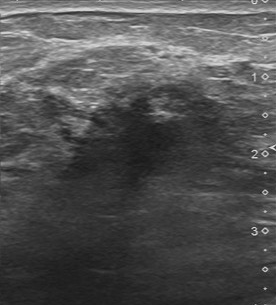
Modality: breast ultrasound scan.
The finding was categorized BI-RADS 5 in the original read. The following findings are from a second reader, independent of the original assessment. Calcification is suspected. Internally the finding is hypoechoic. The finding has an irregular margin. The lesion boundary is unclear. The biopsy result was invasive ductal carcinoma; the finding is malignant.